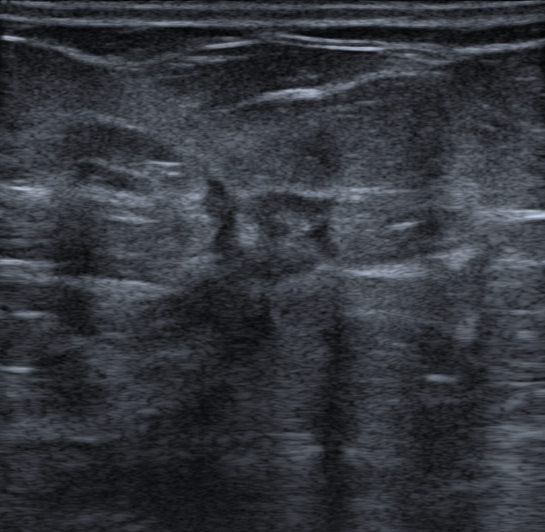
Modality: breast ultrasound scan.
Lesion: malignant on biopsy or follow-up. (BI-RADS category 5.)